Imaging: breast ultrasound.
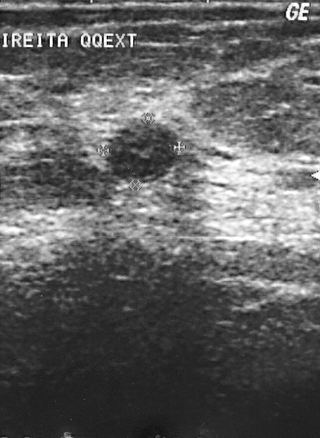
(coordinates in a 320x438 pixel frame) Lesion region of interest: 107 120 179 181. The finding is benign on biopsy or follow-up.